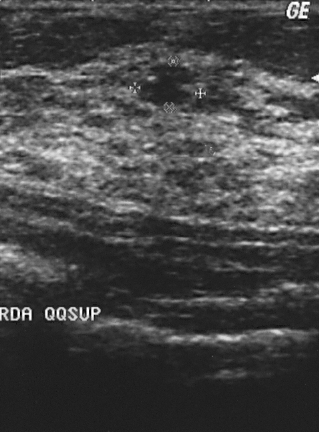
Acquired on GE Logiq 5 @10-12MHz. Modality: breast sonogram.
Lesion characteristics:
- BI-RADS assessment: 2